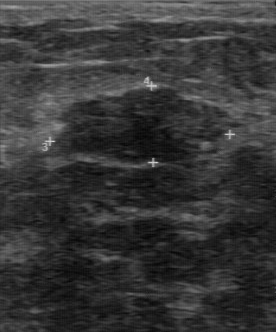
Acquired on GE Logiq 7 @10-14MHz. Modality: breast sonogram.
The finding is benign on biopsy or follow-up.